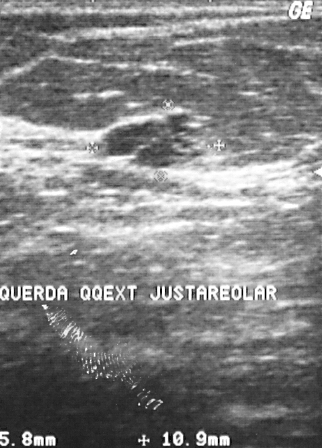
Modality: B-mode breast ultrasound.
Pixel coordinates (x1, y1, x2, y2): Breast lesion bounding box: (102,115)-(205,168). BI-RADS 3.